Breast sonogram.
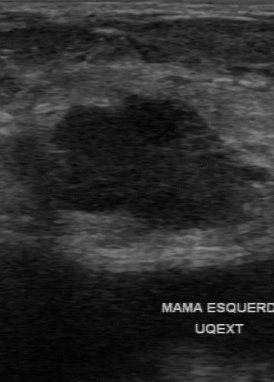
BI-RADS 4 in the original read; on a second read the margin is partially regular, the boundary somewhat unclear and the breast lesion hypoechoic. There are no calcifications. Biopsy showed invasive ductal carcinoma, a malignant finding.